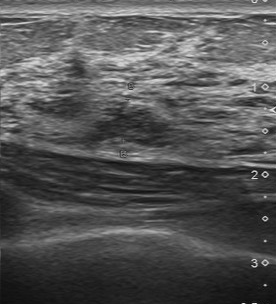
Modality: breast ultrasound scan. Scanner: Toshiba Aplio 300 @12-14 MHz.
Original-read BI-RADS category: 4.
Descriptors from an independent second read (not the reader who assigned the category):
Boundary: somewhat unclear.
Echo pattern: slightly hypoechoic.
The lesion has a partially regular margin.
Calcifications: none.
The biopsy result was fibrocystic changes; the lesion is benign.